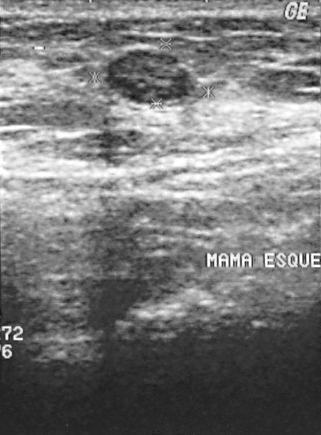
Imaging: breast ultrasound.
Lesion characteristics:
- biopsy result: fibroadenoma
- BI-RADS category: 2